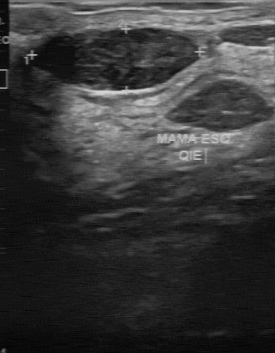
Breast ultrasound scan.
- boundary: clear
- contour: regular
- calcifications: none
- confirmed outcome (biopsy or follow-up): benign
- echogenicity: hypoechoic